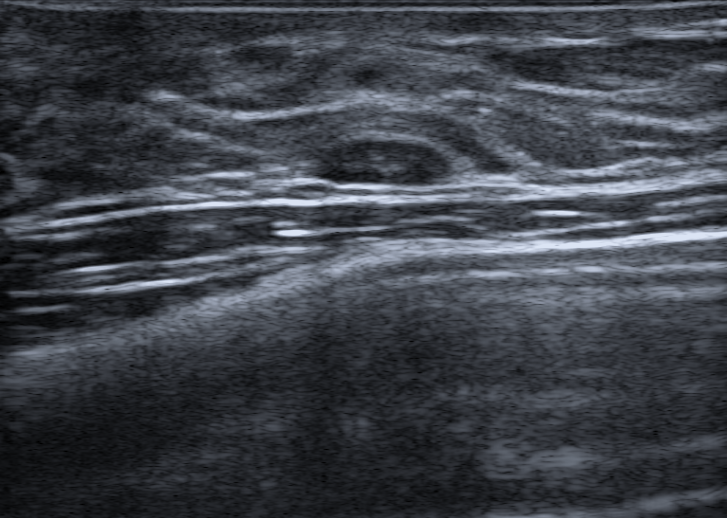
Background echotexture is homogeneous: fibroglandular. Imaging: breast ultrasound.
Assigned BI-RADS 2. The finding was confirmed by follow-up care. Differential on reading: Intramammary lymph node. No echogenic halo is seen. The lesion appears oval. The lesion has a circumscribed margin. No posterior acoustic features are seen. There is no skin thickening. Echogenicity: heterogeneous. No calcifications are seen.